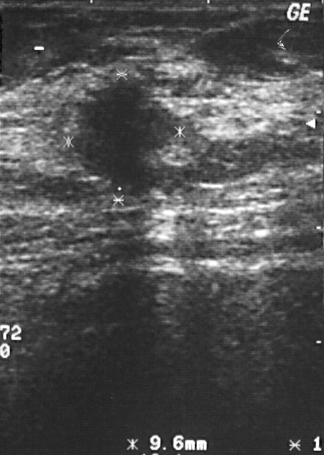
Imaging: breast sonogram.
Breast sonogram findings:
- biopsy result: invasive ductal carcinoma
- BI-RADS: 4
- outcome on biopsy or follow-up: malignant